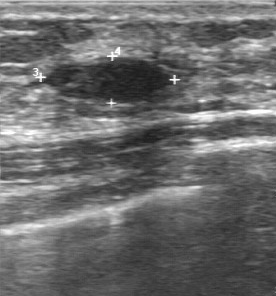
Imaging: breast ultrasound.
Pixel coordinates (x1, y1, x2, y2): The mass occupies approximately (46,58)-(170,102). The mass is benign on biopsy or follow-up.